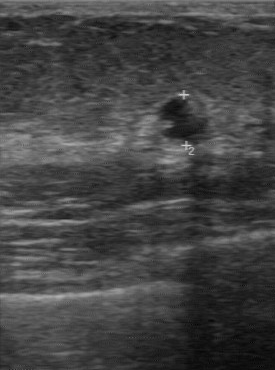
Imaging: breast ultrasound. Acquired on GE Logiq 7 @10-14MHz.
Original-read BI-RADS category: 4. A second, independent read describes the lesion as follows. Its boundary is clear. Calcifications: none. Internally the lesion is hypoechoic. The margin is partially regular. Histopathology: fibroadenoma (benign).